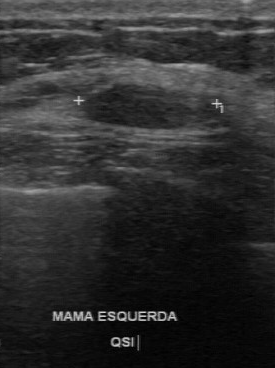
Imaging: breast ultrasound image.
Lesion characteristics:
- contour: regular
- boundary: clear
- calcifications: absent
- internal echoes: hypoechoic
- biopsy or follow-up result: benign